Imaging: breast ultrasound.
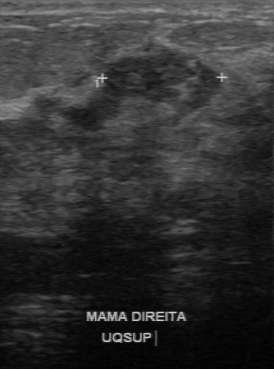
The boundary is unclear. Second-reader BI-RADS: 4A. No calcifications are seen. Original BI-RADS is 4. Biopsy or follow-up result is malignant. Internal echoes are heterogeneous.